B-mode breast ultrasound.
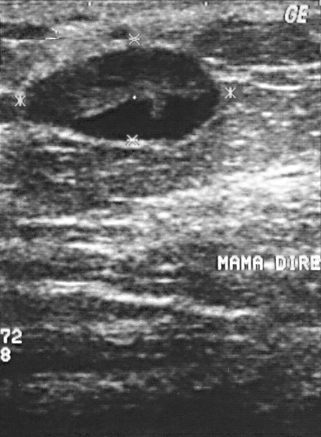
The finding occupies approximately [21, 47, 221, 140]. The finding is benign on biopsy or follow-up.